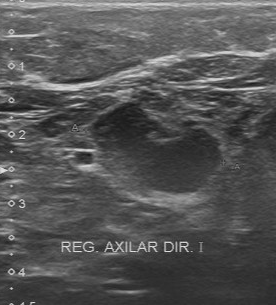
Modality: breast ultrasound.
The original reader assigned BI-RADS 4. Descriptors from an independent second read (not the reader who assigned the category): The margin is partially regular. Boundary: fairly clear. Echo pattern: slightly hypoechoic. No calcifications are seen. Biopsy showed hyperplasia, a benign finding.